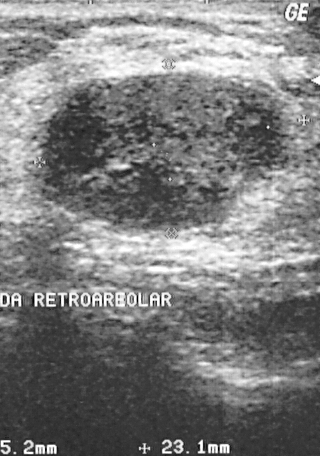
Acquired on GE Logiq 5 @10-12MHz. Breast US.
(coordinates in a 320x456 pixel frame) The finding occupies approximately x1=39, y1=74, x2=282, y2=234. The finding is benign on biopsy or follow-up.